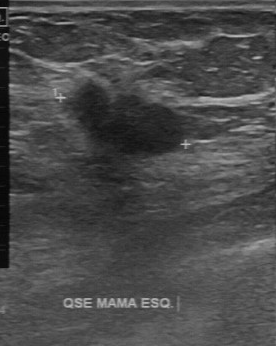
Imaging: breast ultrasound scan. Acquired on GE Logiq 7 @10-14MHz.
A breast lesion is seen with BI-RADS: 4, biopsy or follow-up result: malignant.